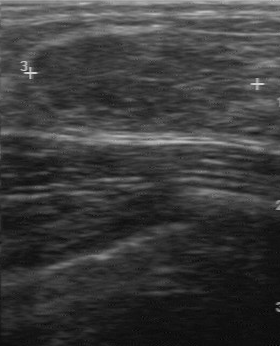
Imaging: breast sonogram.
Pixel coordinates (x1, y1, x2, y2): The lesion occupies approximately x1=35, y1=36, x2=195, y2=106. The lesion is benign on biopsy or follow-up.